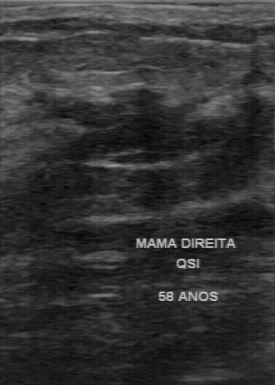
Imaging: breast US.
Pathology: fibroadenoma. BI-RADS category: 4.
OUTCOME ON BIOPSY OR FOLLOW-UP: benign.